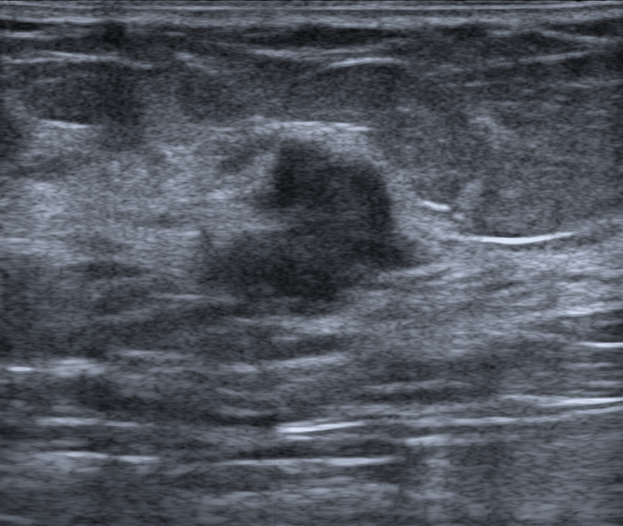
Age 66. Imaging: breast sonogram.
(coordinates in a 623x526 pixel frame) The lesion occupies approximately [192, 125, 437, 319]. BI-RADS 4B.